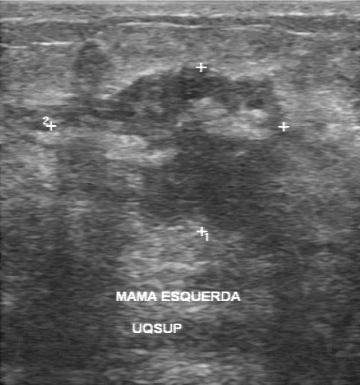
Imaging: breast sonogram.
The independent BI-RADS assessment is 4B. BI-RADS (first reader) is 5. Calcifications: multiple calcifications.